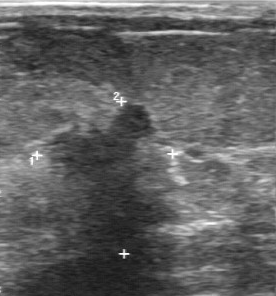
B-mode breast ultrasound.
The original reader assigned BI-RADS 5. Findings on the second read (an independent reader): a hypoechoic breast lesion, margin irregular, boundary unclear. The biopsy result was invasive ductal carcinoma; the breast lesion is malignant.